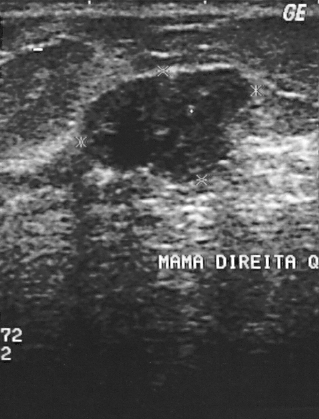
Modality: breast ultrasound image. Acquired on GE Logiq 5 @10-12MHz.
BI-RADS assessment is 2. Confirmed outcome (biopsy or follow-up) is benign.